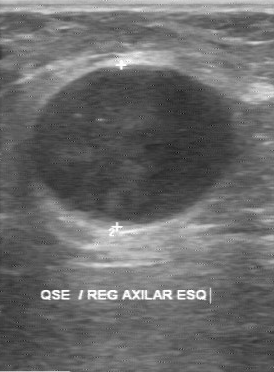
Imaging: breast ultrasound scan.
Original BI-RADS is 4. The lesion boundary is clear. The BI-RADS (second read) is 4A.